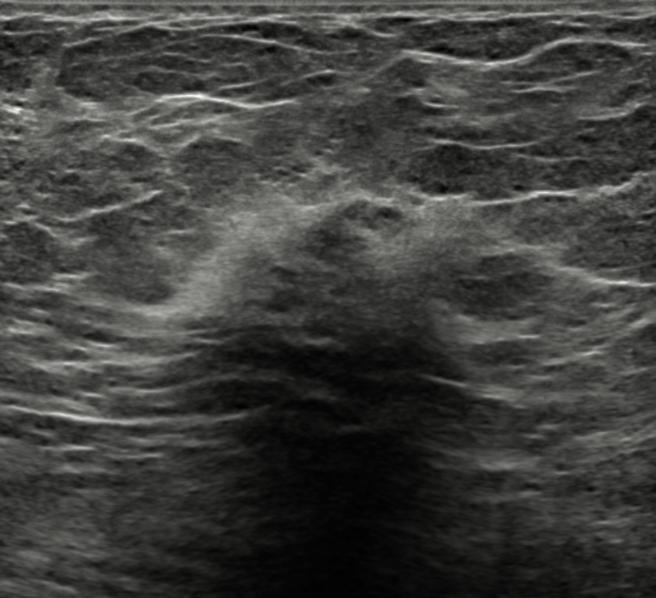
Breast ultrasound. Background echotexture is homogeneous: fat. Age 56.
Coordinates are pixels in the 656x598 image. Mass bounding box: (241, 209) to (457, 368).